Modality: breast US.
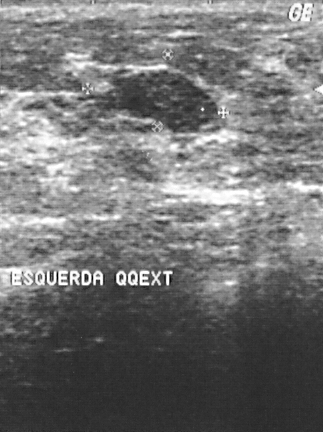
Histopathology: fibroadenoma (benign). Biopsy or follow-up result: benign. BI-RADS category 2.